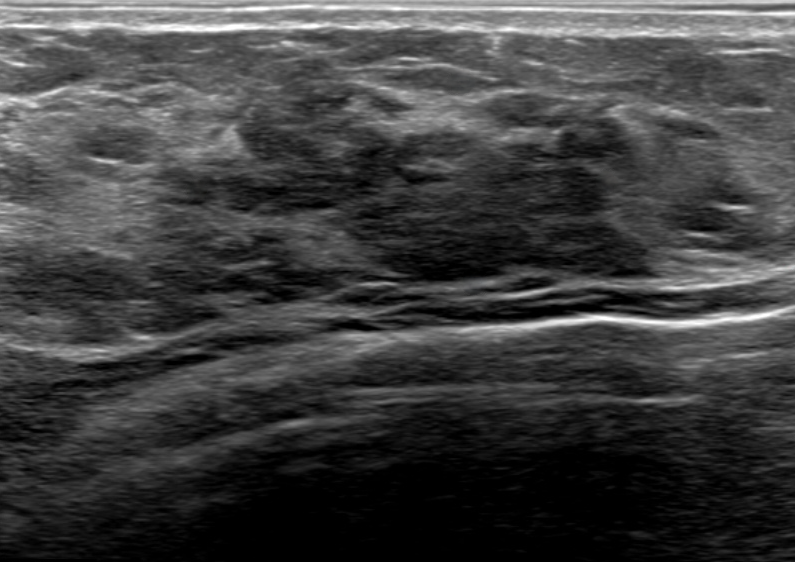
Background tissue composition: heterogeneous: predominantly fibroglandular. Breast sonogram.
Posterior features: none. Calcifications: none. Skin thickening: none. Lesion margin: circumscribed. Echogenic halo: absent. Lesion shape: irregular. Radiologic interpretation: Dysplasia. Verification: confirmed by biopsy. BI-RADS category: 4A.
OUTCOME ON BIOPSY OR FOLLOW-UP: benign.